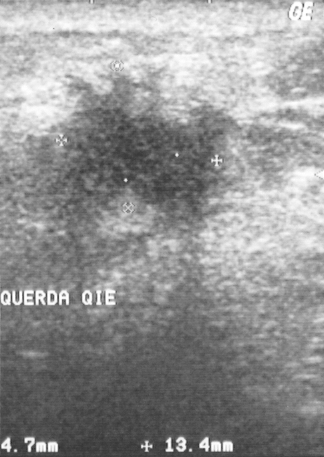
Breast ultrasound image.
The biopsy result was invasive ductal carcinoma. Outcome on biopsy or follow-up: malignant. Assigned BI-RADS 4.